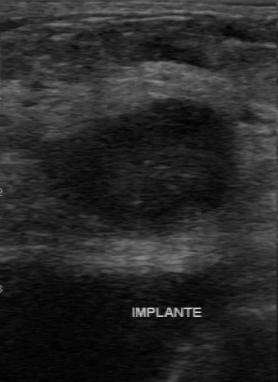
Breast ultrasound image.
FINDINGS: BI-RADS assessment: 4. Biopsy or follow-up result: malignant.
OUTCOME ON BIOPSY OR FOLLOW-UP: malignant.